Acquired on Toshiba Aplio 300 @12-14 MHz. Breast ultrasound image.
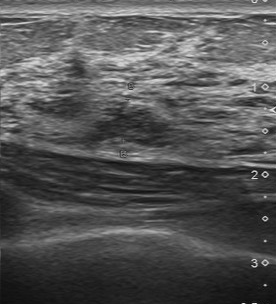
Breast ultrasound image findings:
- histopathology: fibrocystic changes
- BI-RADS: 4